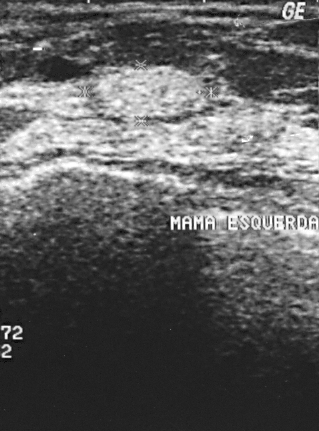
B-mode breast ultrasound.
Biopsy or follow-up result: benign.